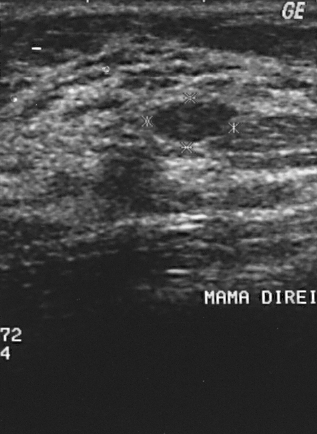
Modality: breast sonogram.
Lesion bounding box: 154 101 231 140. The lesion is benign on biopsy or follow-up.